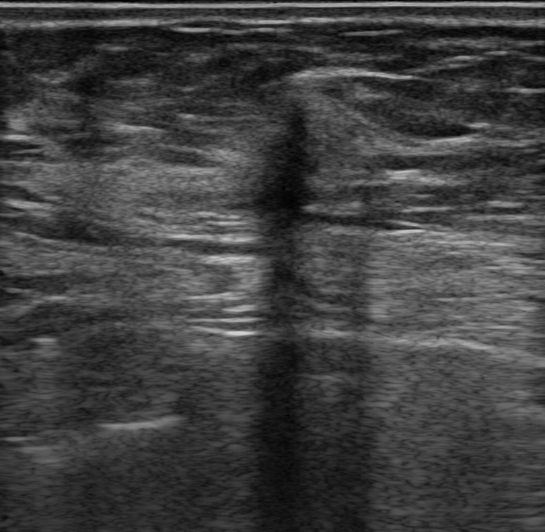
Modality: breast US. Background tissue composition: heterogeneous: predominantly fat.
It has an irregular shape. Margins are not circumscribed, with indistinct features. The lesion is hypoechoic. Posterior features: shadowing. There is an echogenic halo. There are no calcifications. There is no skin thickening. Assigned BI-RADS 4C.